Breast ultrasound scan. Scanner: GE Logiq 5 @10-12MHz.
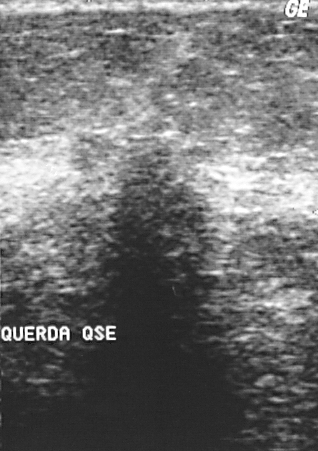
The finding is malignant on biopsy or follow-up. BI-RADS 4.